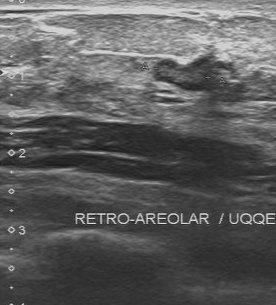
Imaging: breast ultrasound image.
The lesion was categorized BI-RADS 3 in the original read. A second, independent read describes the lesion as follows. The lesion is slightly hypoechoic. No calcifications are seen. The lesion has a partially regular margin. Boundary: fairly clear. Histopathology: hyperplasia (benign).